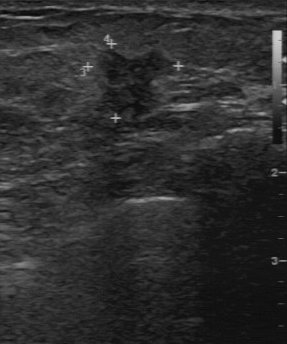
B-mode breast ultrasound.
FINDINGS: Boundary: fairly clear. Confirmed outcome (biopsy or follow-up): malignant. Calcifications: absent. Lesion margin: partially regular. Internal echoes: slightly hypoechoic.